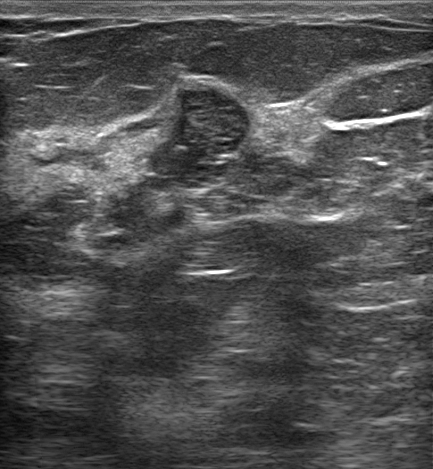
Modality: B-mode breast ultrasound.
Lesion region of interest: (147,85)-(249,193).